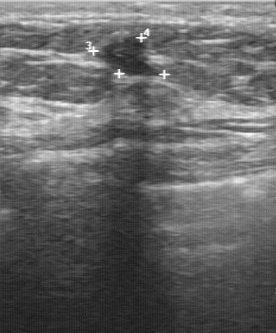
Modality: breast US.
- calcifications: none
- confirmed outcome (biopsy or follow-up): benign
- contour: regular
- echogenicity: hypoechoic
- boundary: clear